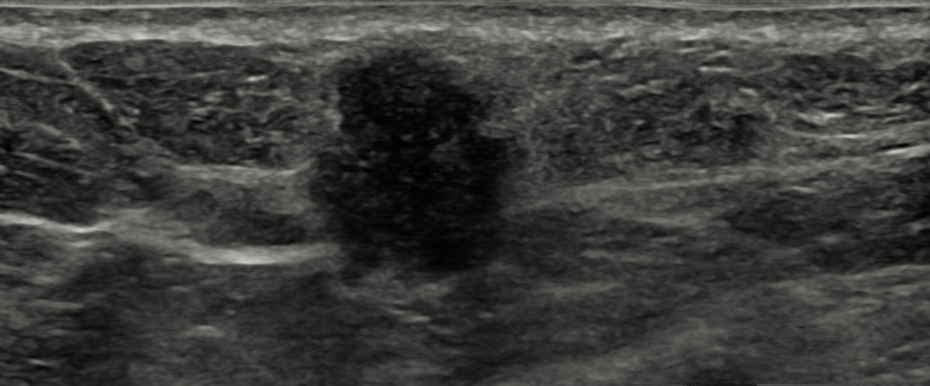
Modality: breast ultrasound image.
There is an irregular breast lesion that is hypoechoic, with microlobulated margins. There is posterior acoustic enhancement. BI-RADS 4B; malignant on biopsy or follow-up. Radiologic interpretation: Suspicion of malignancy; Intraductal papilloma. Histopathology: Tubular carcinoma.